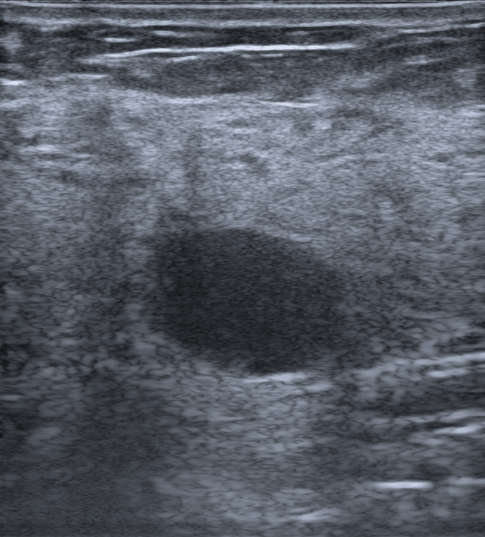
Modality: B-mode breast ultrasound. Patient age: 48.
Biopsy or follow-up result: benign. BI-RADS 2.